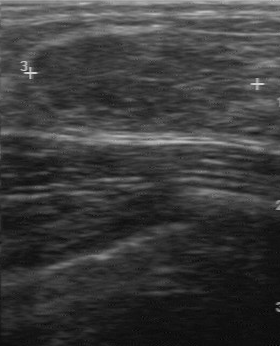
Modality: breast ultrasound scan.
Echo pattern: hypoechoic. Margin: regular. Boundary: clear. No calcifications are seen. Outcome on biopsy or follow-up: benign. Pathology is fibroadenoma.